Imaging: breast US.
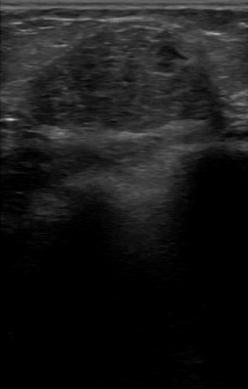
Original-read BI-RADS category: 4. Descriptors from an independent second read (not the reader who assigned the category): Margin: regular. No calcifications are seen. Its boundary is somewhat unclear. Echo pattern: hypoechoic. Biopsy showed mucinous carcinoma, a malignant finding.